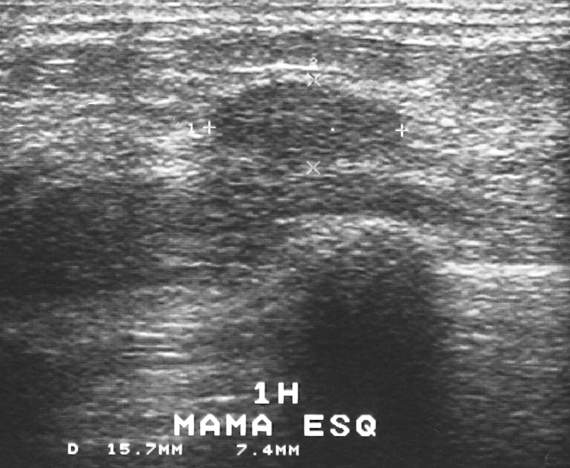
Modality: breast ultrasound.
The biopsy result was fibroadenoma; the mass is benign. BI-RADS category 3.